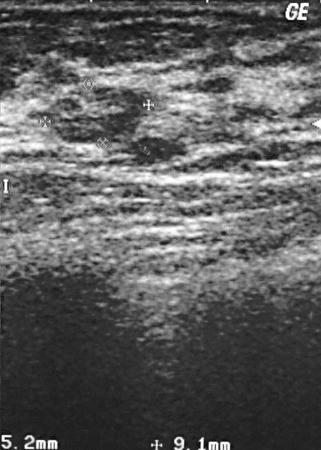
Modality: breast sonogram.
FINDINGS: Breast sonogram. BI-RADS assessment: 2. Histopathology: fibroadenoma.
OUTCOME ON BIOPSY OR FOLLOW-UP: benign.